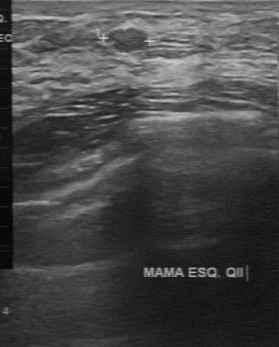
Imaging: B-mode breast ultrasound.
A breast lesion is seen with regular contour, BI-RADS (first reader): 3, independent BI-RADS assessment: 2.